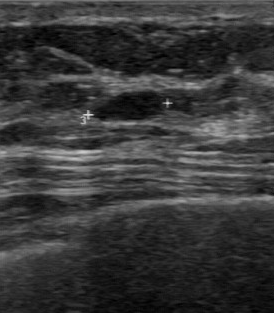
Modality: breast ultrasound. Scanner: GE Logiq 7 @10-14MHz.
Coordinates are pixels in the 274x313 image. Finding bounding box: [90, 91, 169, 123].